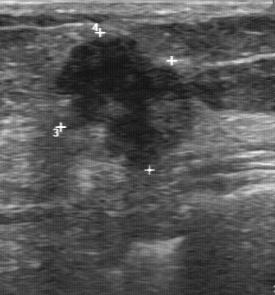
Imaging: breast ultrasound scan.
BI-RADS assessment: 5.